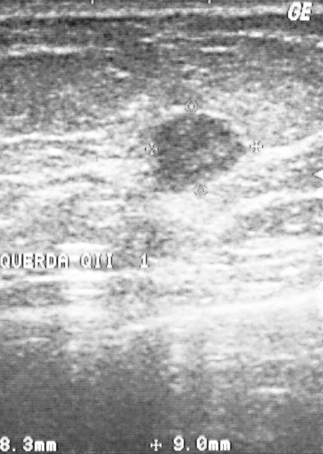
Scanner: GE Logiq 5 @10-12MHz. Breast US.
Biopsy or follow-up result: malignant. BI-RADS 3.